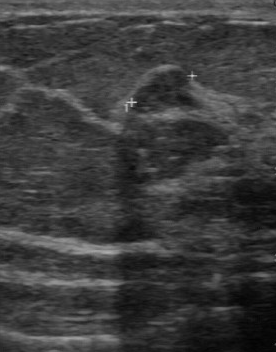
Breast ultrasound scan.
Original-read BI-RADS category: 4. Descriptors from an independent second read (not the reader who assigned the category): Margin: irregular. Boundary: clear. Echo pattern: hypoechoic. There are no calcifications. Biopsy showed sclerosing adenosis, a benign finding.